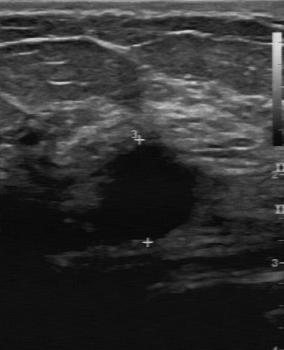
Modality: breast sonogram. Scanner: GE Logiq 7 @10-14MHz.
The breast lesion is malignant on biopsy or follow-up.